76-year-old patient. Modality: breast US.
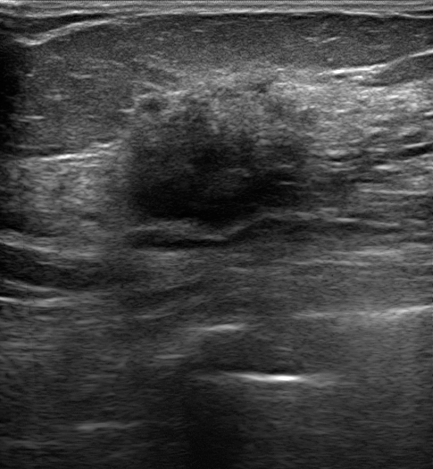
Segment the breast lesion: bounding box 114 72 423 227.